Modality: B-mode breast ultrasound.
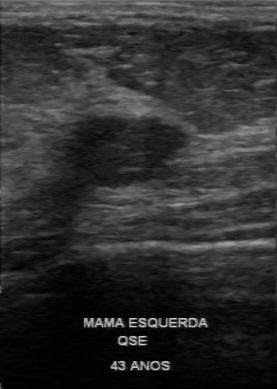
Original-read BI-RADS category: 3. On a second, independent read, a breast lesion with a regular margin and a clear boundary is seen; it is hypoechoic. No calcifications are seen. Biopsy showed fibroadenoma, a benign finding.